Imaging: breast ultrasound image. Scanner: Toshiba Aplio 300 @12-14 MHz.
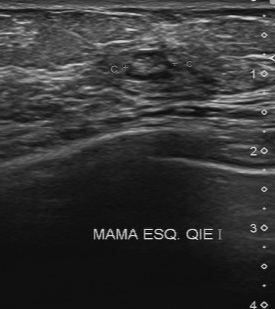
A breast lesion is seen with BI-RADS assessment: 3, pathology: fibrocystic changes.